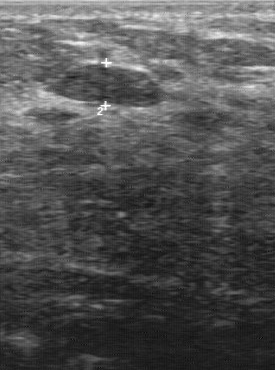
Modality: breast ultrasound. Scanner: GE Logiq 7 @10-14MHz.
FINDINGS: Breast ultrasound. BI-RADS assessment: 4. Outcome on biopsy or follow-up: benign.
OUTCOME ON BIOPSY OR FOLLOW-UP: benign.